Imaging: breast sonogram.
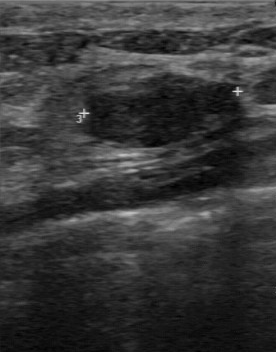
BI-RADS (first reader): 3. Independent BI-RADS assessment: 3.
OUTCOME ON BIOPSY OR FOLLOW-UP: benign.